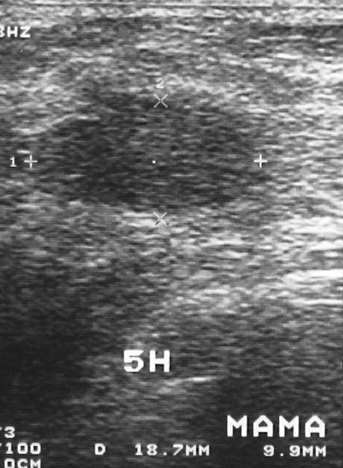
B-mode breast ultrasound.
Coordinates are pixels in the 343x468 image. Mass bounding box: x1=30, y1=105, x2=253, y2=216. The mass is benign on biopsy or follow-up.